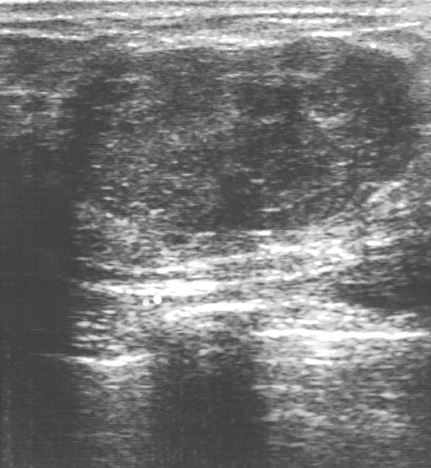
Breast US.
This breast US shows a lesion with BI-RADS assessment: 4.